Breast sonogram.
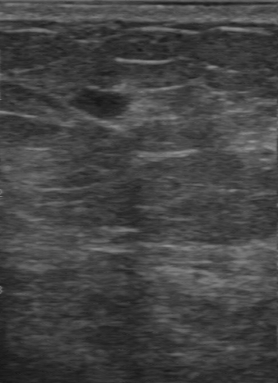
Finding bounding box: (68,87)-(137,123). The finding is malignant on biopsy or follow-up.